Scanner: GE Logiq 5 @10-12MHz. Modality: breast ultrasound.
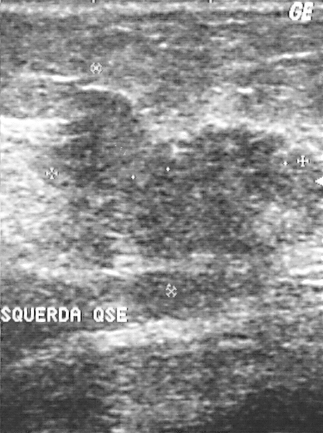
Biopsy or follow-up result: malignant. Histopathology: invasive ductal carcinoma (malignant). Assigned BI-RADS 5.